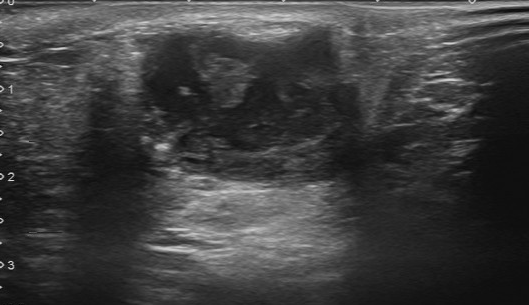
Imaging: breast sonogram.
FINDINGS: Original BI-RADS: 4. Independent BI-RADS assessment: 4A. Calcifications: suspected.